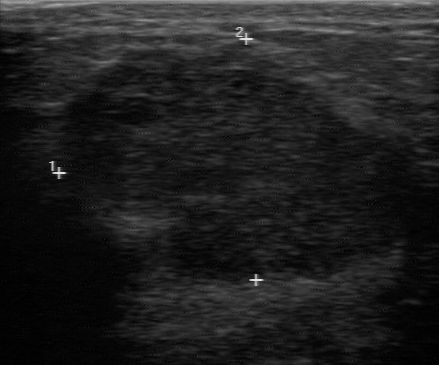
B-mode breast ultrasound.
FINDINGS: BI-RADS category: 4. Biopsy or follow-up result: malignant. Pathology: invasive ductal carcinoma.
OUTCOME ON BIOPSY OR FOLLOW-UP: malignant.